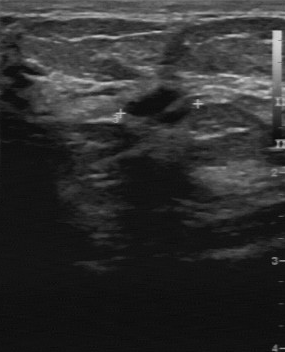
Modality: breast ultrasound.
A breast lesion is seen with partially regular margin, calcifications: absent, fairly clear lesion boundary, hypoechoic internal echoes.